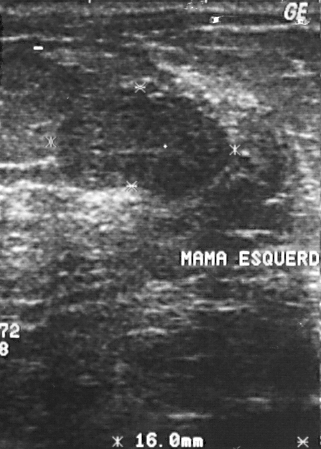
Imaging: breast US.
Assigned BI-RADS 2. Biopsy showed fibroadenoma, a benign finding. Outcome on biopsy or follow-up: benign.